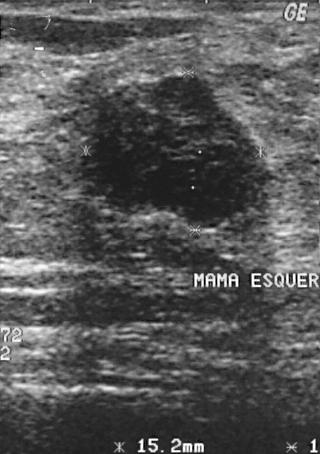
Scanner: GE Logiq 5 @10-12MHz. Breast US.
A breast lesion is seen. BI-RADS category 4. Histopathology: fibroadenoma (benign).